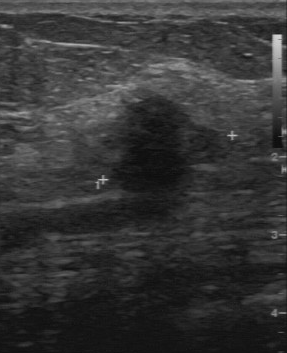
Modality: breast sonogram.
BI-RADS 4 in the original read; on a second read the margin is irregular, the boundary unclear and the mass hypoechoic. There are no calcifications. Pathology confirmed malignant medullary carcinoma.